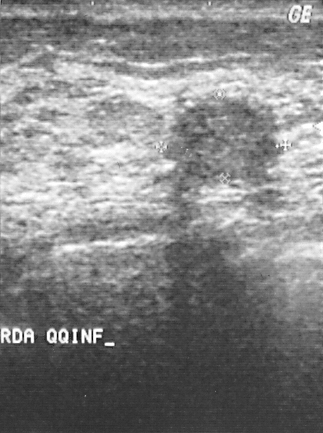
Breast ultrasound scan. Scanner: GE Logiq 5 @10-12MHz.
Breast lesion bounding box: (167,96)-(278,184). The breast lesion is benign on biopsy or follow-up.